Breast ultrasound image.
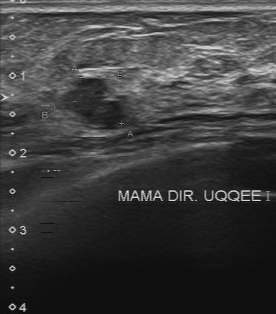
- BI-RADS assessment: 4
- outcome on biopsy or follow-up: benign